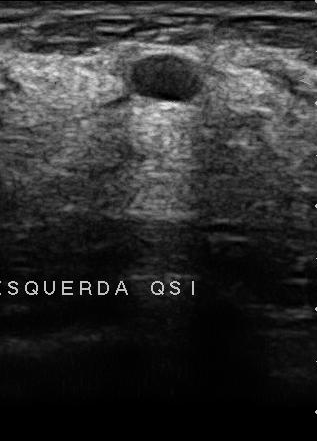
Breast ultrasound image.
Independent BI-RADS assessment is 3. Original BI-RADS: 2.